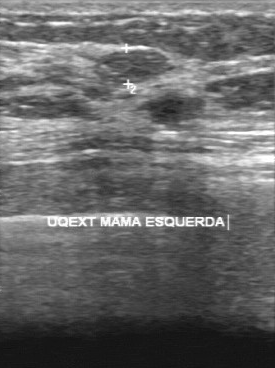
Modality: breast ultrasound scan.
The original reader assigned BI-RADS 3. On a second, independent read, a mass with a regular margin and a fairly clear boundary is seen; it is slightly hypoechoic. The biopsy result was fibroadenoma; the mass is benign.